Imaging: breast ultrasound scan.
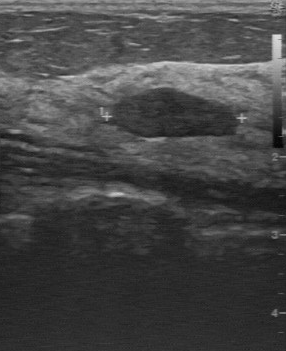
BI-RADS 2 in the original read. The following findings are from a second reader, independent of the original assessment. Margin: regular. The lesion boundary is clear. Internally the finding is slightly hypoechoic. No calcifications are seen. The biopsy result was fibroadenoma; the finding is benign.